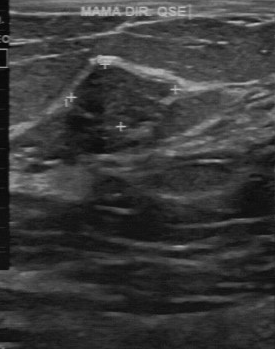
Breast ultrasound image.
Pixel coordinates (x1, y1, x2, y2): The finding occupies approximately (70, 64) to (176, 131). The finding is benign on biopsy or follow-up.